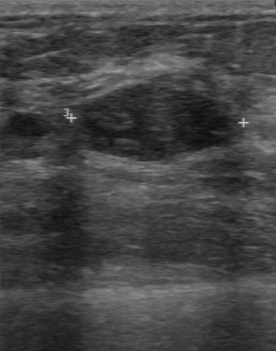
Acquired on GE Logiq 7 @10-14MHz. Modality: breast sonogram.
Original-read BI-RADS category: 3. A second, independent read describes the lesion as follows. The margin is regular. Its boundary is clear. Echo pattern: hypoechoic. There are no calcifications. Histopathology: fibroadenoma (benign).